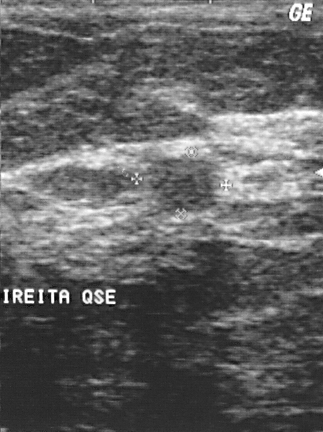
Breast ultrasound image. Acquired on GE Logiq 5 @10-12MHz.
The lesion demonstrates histopathology: fibroadenoma, BI-RADS assessment: 2, biopsy or follow-up result: benign.